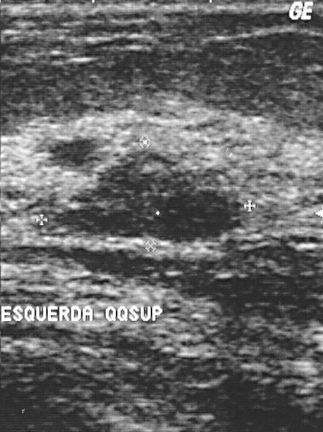
Scanner: GE Logiq 5 @10-12MHz. B-mode breast ultrasound.
A lesion is present on this B-mode breast ultrasound. It was assessed as BI-RADS 3. Histopathology: intraductal papilloma (benign).